Modality: breast sonogram.
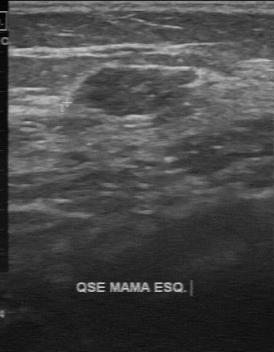
The mass is benign on biopsy or follow-up. (BI-RADS category 4.)